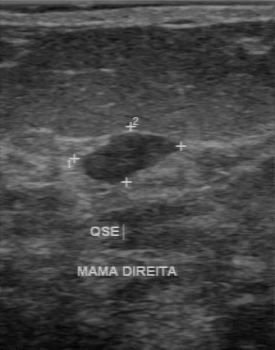
Modality: B-mode breast ultrasound.
This B-mode breast ultrasound shows a lesion, benign on biopsy or follow-up.